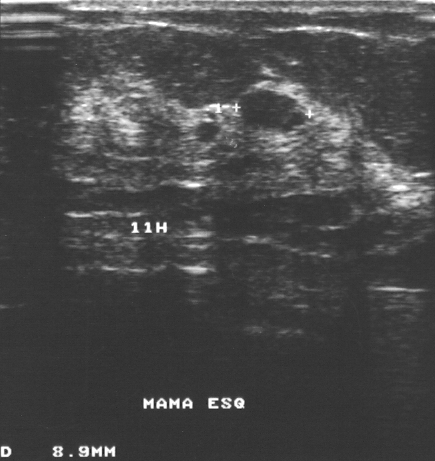
Imaging: breast sonogram.
Pixel coordinates (x1, y1, x2, y2): The lesion occupies approximately (238, 91) to (304, 131). The lesion is benign on biopsy or follow-up. BI-RADS 3.